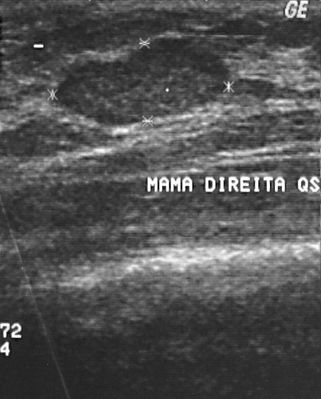
Imaging: breast ultrasound scan.
The mass is benign on biopsy or follow-up. BI-RADS category 2. Histopathology: fibroadenoma (benign).